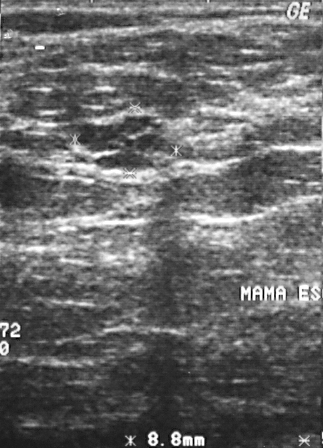
Breast ultrasound image. Acquired on GE Logiq 5 @10-12MHz.
A mass is seen with BI-RADS: 3, histopathology: cyst.